Acquired on GE Logiq 5 @10-12MHz. Breast ultrasound scan.
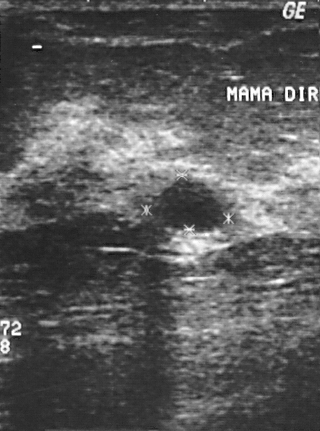
(coordinates in a 320x431 pixel frame) The mass is located within the bounding box top-left (160, 178), bottom-right (221, 231). The mass is benign on biopsy or follow-up. BI-RADS 2.